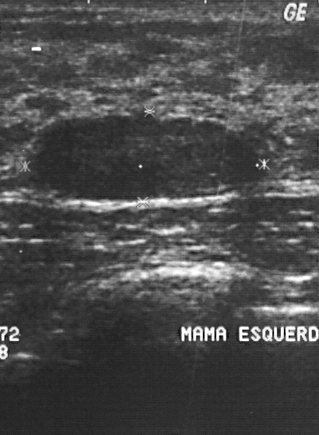
Modality: breast sonogram.
The finding demonstrates BI-RADS: 2.